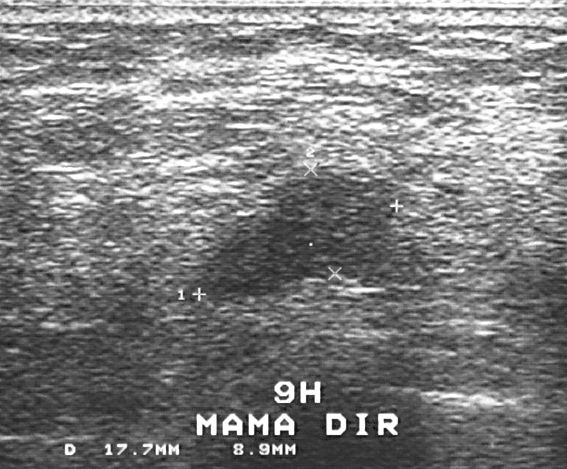
Acquired on GE Logiq 5 @10-12MHz. Breast ultrasound.
Biopsy or follow-up result: benign.